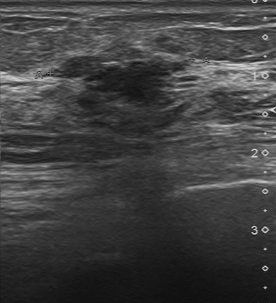
Modality: B-mode breast ultrasound.
This B-mode breast ultrasound shows a breast lesion with BI-RADS assessment: 4.